Modality: breast US.
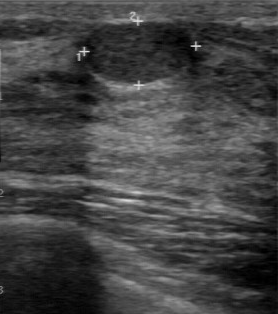
Pixel coordinates (x1, y1, x2, y2): Segment the breast lesion: bounding box (88,23)-(193,83). The breast lesion is benign on biopsy or follow-up.